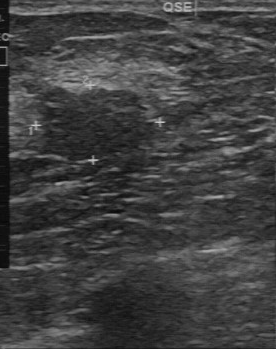
Modality: breast ultrasound.
Lesion region of interest: 36 85 152 161. The breast lesion is benign on biopsy or follow-up.